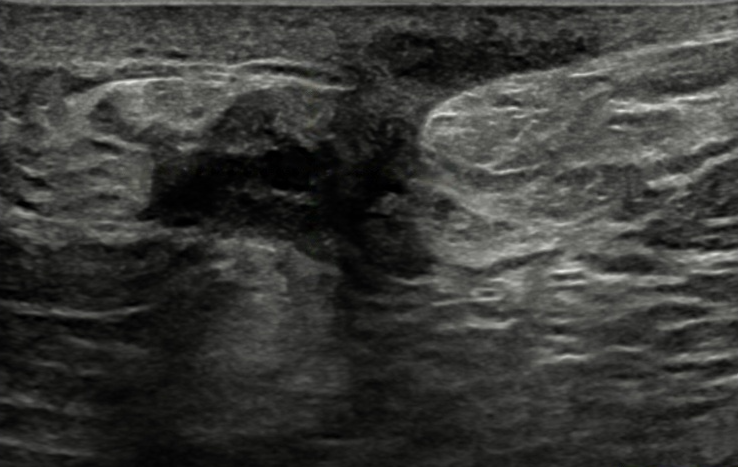
Background tissue composition: heterogeneous: predominantly fibroglandular. Imaging: B-mode breast ultrasound.
The lesion is irregular and heterogeneous; its margin is circumscribed. There are no posterior features. An echogenic halo is present. Skin thickening is present. BI-RADS assessment: 4B; biopsy or follow-up result: benign. Radiologist's impression: Suspicion of malignancy; Mastitis; Abscess; Hematoma; Breast scar (surgery). Biopsy result: Mastitis.